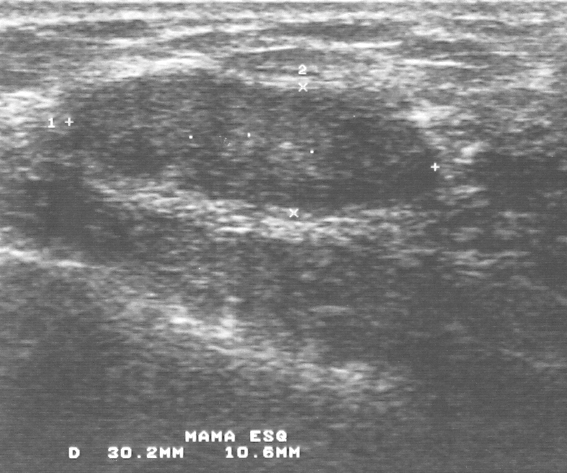
Modality: breast ultrasound scan.
The mass demonstrates pathology: fibroadenoma, BI-RADS category: 3.